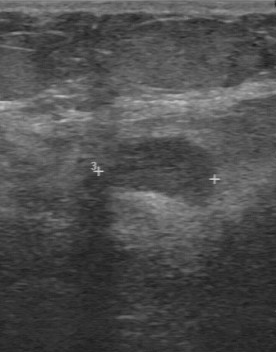
Modality: breast sonogram.
Biopsy result is fibroadenoma. BI-RADS category is 3. Biopsy or follow-up result: benign.